B-mode breast ultrasound.
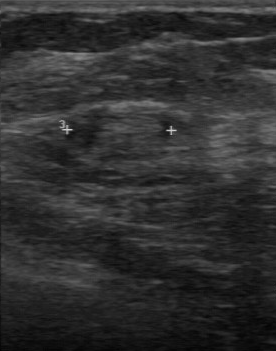
Outcome on biopsy or follow-up: malignant.